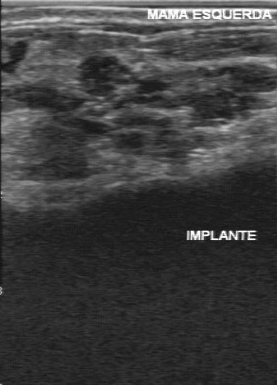
Breast ultrasound image.
The finding demonstrates irregular lesion margin, unclear boundary, calcifications: multiple clustered microcalcifications, heterogeneous internal echoes.